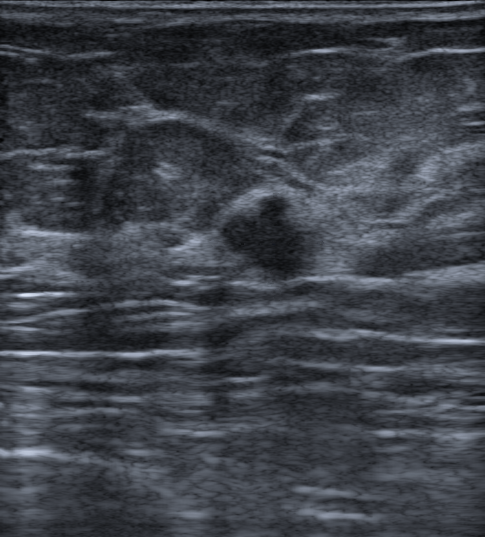
Breast ultrasound. Age 60.
Finding: mass, malignant on biopsy or follow-up.